Breast ultrasound scan.
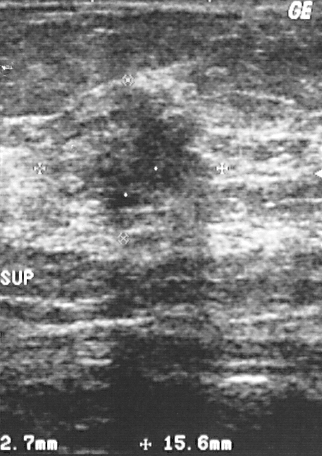
The breast lesion is malignant on biopsy or follow-up. (BI-RADS category 4.)